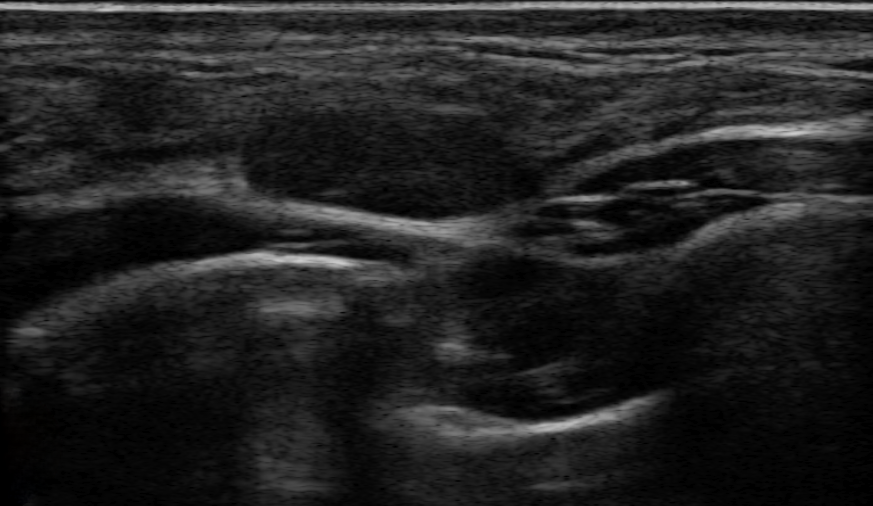
21-year-old patient. Modality: breast ultrasound image.
The shape is oval. Echotexture is hypoechoic. BI-RADS assessment: 3. There are no calcifications. The verification is confirmed by biopsy. The radiologic interpretation is Fibroadenoma. Borders: circumscribed. The posterior acoustic features are absent.